Imaging: breast ultrasound scan.
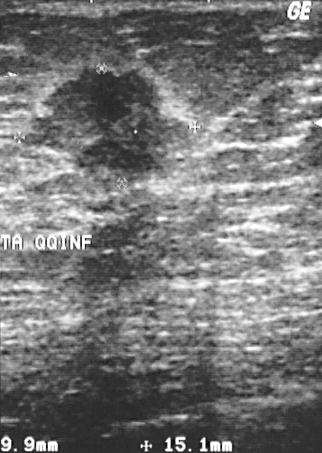
This breast ultrasound scan shows a mass. Assessment: BI-RADS 4. The biopsy result was invasive ductal carcinoma; the mass is malignant.